Breast US.
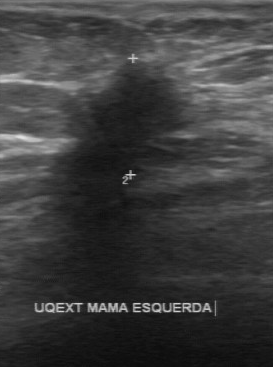
The mass was assessed as BI-RADS 4 by the original reader. On a second, independent read, a mass with an irregular margin and an unclear boundary is seen; it is hypoechoic. The biopsy result was fibrocystic changes; the mass is benign.